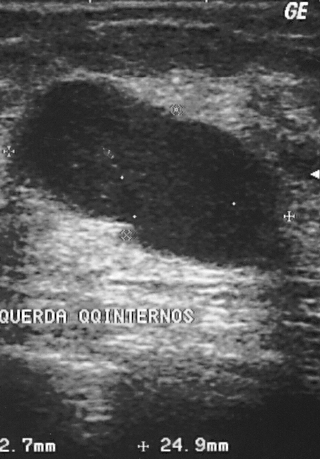
Modality: breast sonogram.
Biopsy showed cyst. Biopsy or follow-up result: benign. BI-RADS assessment: 2.